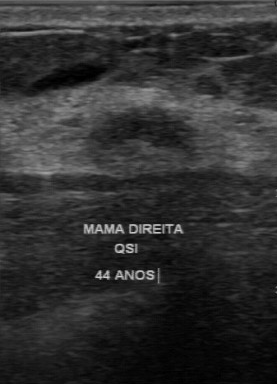
Scanner: GE Logiq 7 @10-14MHz. Modality: breast ultrasound image.
BI-RADS 3 in the original read.
A second, independent read describes the breast lesion as follows.
Echo pattern: hypoechoic.
Calcifications: none.
The margin is regular.
Boundary: clear.
Histopathology: fibrocystic changes (benign).